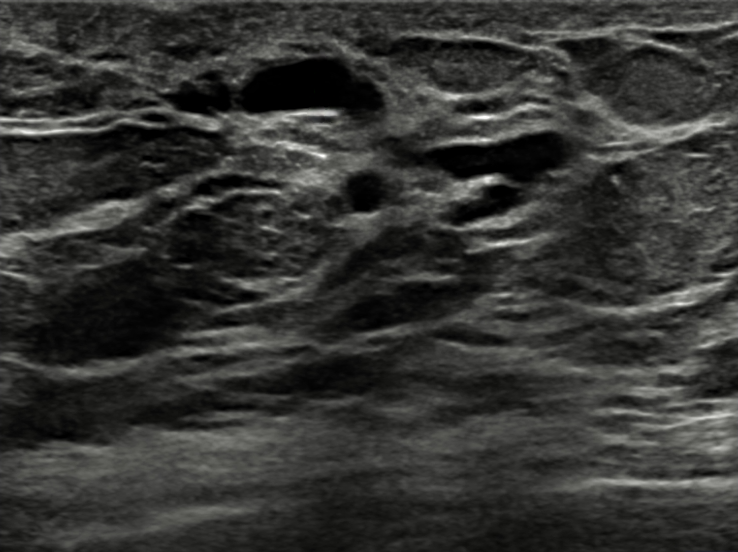
Imaging: breast ultrasound scan. 57-year-old patient.
Coordinates are pixels in the 738x552 image. Breast lesion bounding box: (230, 58) to (387, 125). The breast lesion is benign on biopsy or follow-up. BI-RADS 2.